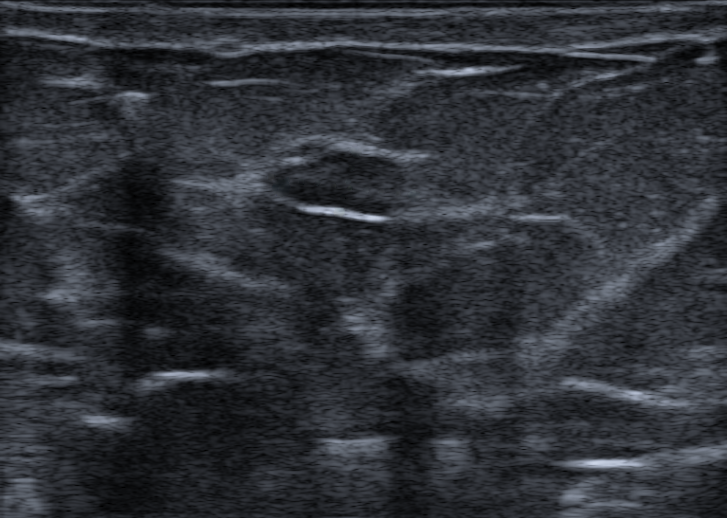
Background echotexture is heterogeneous: predominantly fibroglandular. Modality: breast US.
Pixel coordinates (x1, y1, x2, y2): The finding is located within the bounding box x1=260, y1=143, x2=407, y2=216. The finding is benign on biopsy or follow-up.